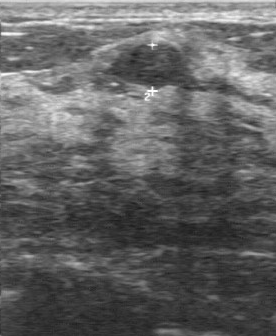
Modality: breast ultrasound.
(coordinates in a 276x336 pixel frame) Segment the mass: bounding box 126 41 181 88. BI-RADS 2.